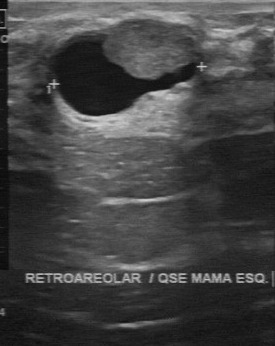
Scanner: GE Logiq 7 @10-14MHz. Breast ultrasound scan.
The breast lesion was assessed as BI-RADS 4 by the original reader. Descriptors from an independent second read (not the reader who assigned the category): Echo pattern: mixed cystic and solid. Margin: partially regular. The lesion boundary is clear. Calcifications: none. The biopsy result was intraductal papilloma; the breast lesion is benign.